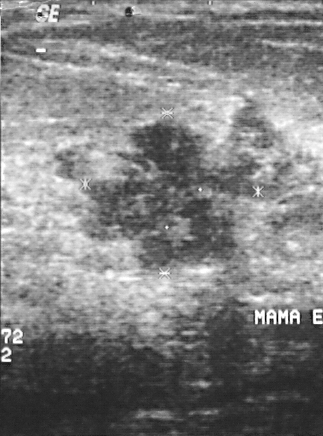
B-mode breast ultrasound. Acquired on GE Logiq 5 @10-12MHz.
Finding: lesion, malignant on biopsy or follow-up. (BI-RADS category 5.)